Imaging: breast ultrasound image.
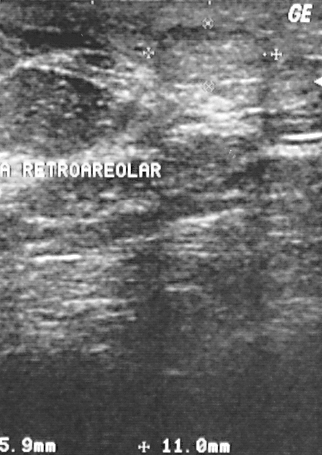
A mass is seen. BI-RADS category 3. Pathology confirmed benign lipoma.